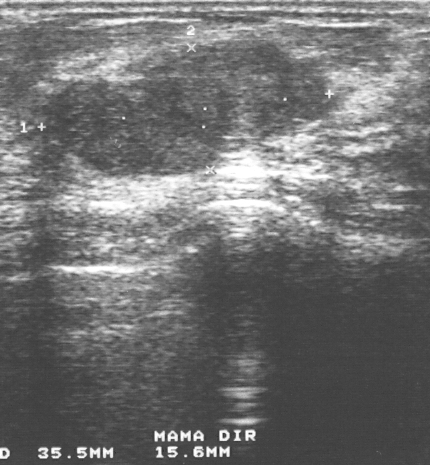
Modality: breast ultrasound image.
Finding: mass, benign on biopsy or follow-up.